Acquired on GE Logiq 7 @10-14MHz. Imaging: B-mode breast ultrasound.
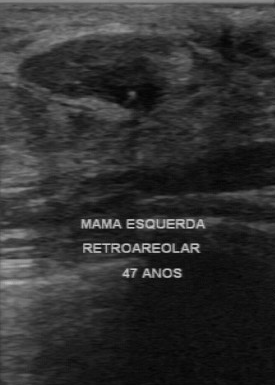
Original-read BI-RADS category: 2. On a second, independent read, a lesion with a regular margin and a clear boundary is seen; it is hypoechoic. Calcifications: suspected. Histopathology: fibroadenoma (benign).